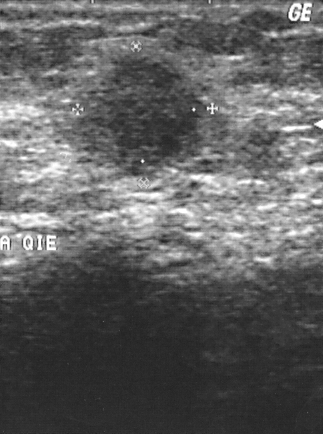
Imaging: breast ultrasound.
Finding: mass, malignant on biopsy or follow-up.